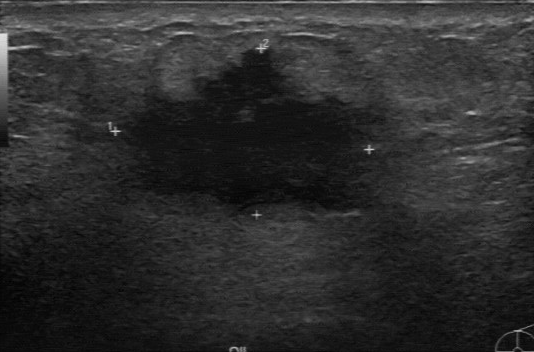
Modality: breast sonogram.
BI-RADS 4 in the original read; on a second read the margin is irregular, the boundary unclear and the finding hypoechoic. The biopsy result was invasive ductal carcinoma; the finding is malignant.